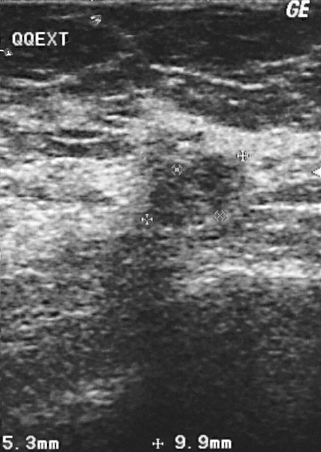
Acquired on GE Logiq 5 @10-12MHz. Modality: B-mode breast ultrasound.
- BI-RADS: 2
- biopsy or follow-up result: benign